Background tissue composition: heterogeneous: predominantly fat. Age 74. Breast ultrasound scan.
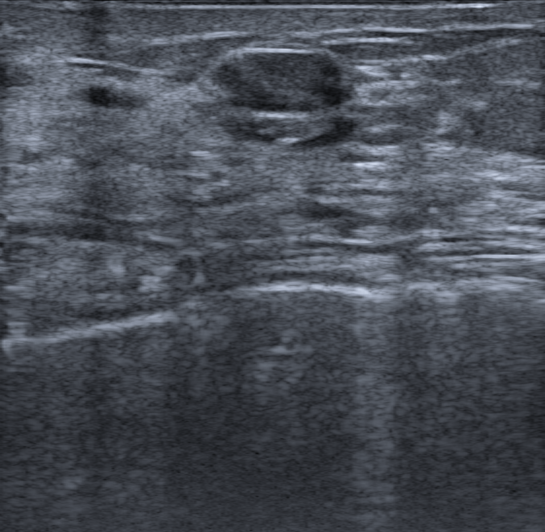
Coordinates are pixels in the 545x532 image. Lesion bounding box: top-left (207, 47), bottom-right (357, 117). The lesion is benign on biopsy or follow-up.